Modality: breast ultrasound image.
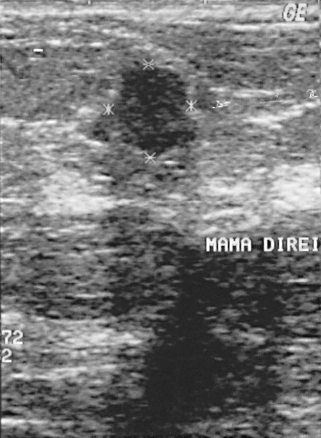
BI-RADS: 4.